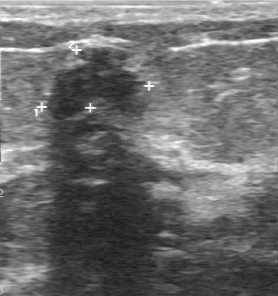
Modality: breast ultrasound image.
The lesion was categorized BI-RADS 2 in the original read. A second, independent read describes the lesion as follows. The margin is irregular. Boundary: somewhat unclear. The lesion is hypoechoic. No calcifications are seen. The biopsy result was fibroadenoma; the lesion is benign.